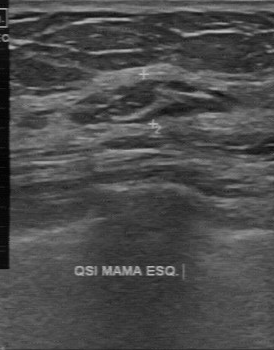
Modality: breast ultrasound image. Scanner: GE Logiq 7 @10-14MHz.
The biopsy result was fibroadenoma. The mass is assessed as BI-RADS 2. This mass proved benign on biopsy or follow-up.